Imaging: breast ultrasound scan.
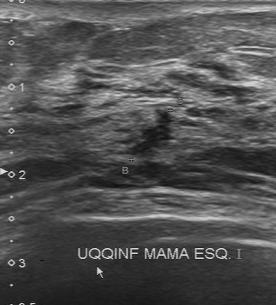
Finding: breast lesion, malignant on biopsy or follow-up.